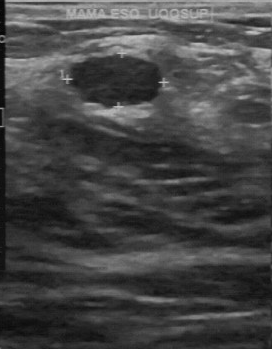
Scanner: GE Logiq 7 @10-14MHz. Modality: breast ultrasound image.
BI-RADS category: 2.